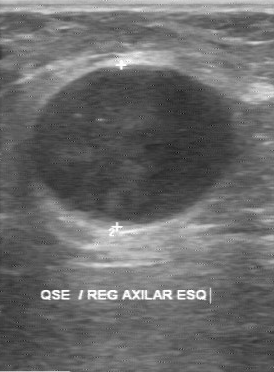
Scanner: GE Logiq 7 @10-14MHz. Imaging: breast ultrasound scan.
The mass is malignant on biopsy or follow-up. (BI-RADS category 4.)